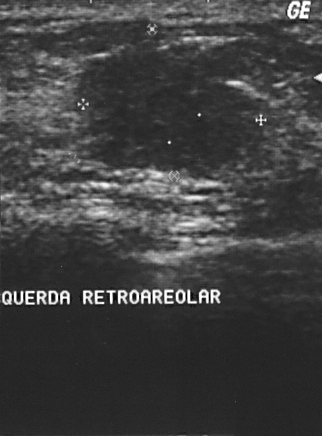
Breast ultrasound scan.
Biopsy or follow-up result: malignant.